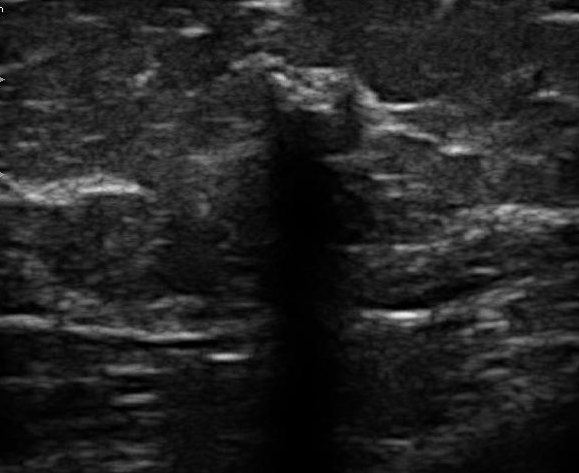
Acquired on U-Systems @10-14MHz. Imaging: breast ultrasound scan.
Lesion characteristics:
- biopsy or follow-up result: malignant
- BI-RADS category: 5